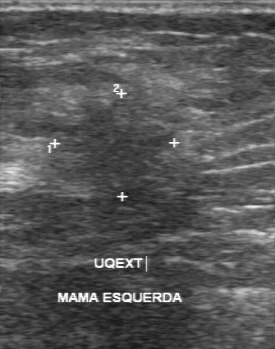
Imaging: B-mode breast ultrasound.
Biopsy or follow-up result: malignant. (BI-RADS category 5.)